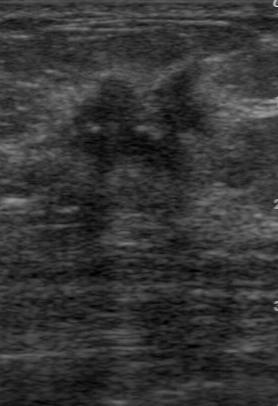
Breast ultrasound image.
BI-RADS 5 in the original read. A second reader, independent of the original assessment, describes a slightly hypoechoic lesion with an irregular margin; the boundary is unclear. Calcifications: suspected. Pathology confirmed malignant invasive ductal carcinoma.